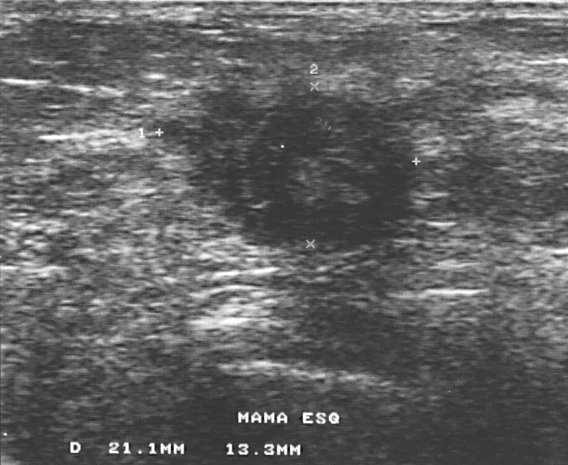
Imaging: breast ultrasound image.
A lesion is present on this breast ultrasound image. Assessment: BI-RADS 4. The biopsy result was invasive ductal carcinoma; the lesion is malignant.